Modality: breast ultrasound.
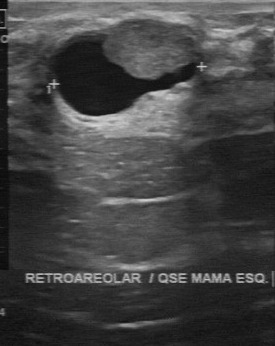
The lesion demonstrates confirmed outcome (biopsy or follow-up): benign, partially regular margin, clear boundary, mixed cystic and solid echo pattern, calcifications: none.